Modality: B-mode breast ultrasound. Scanner: GE Logiq 5 @10-12MHz.
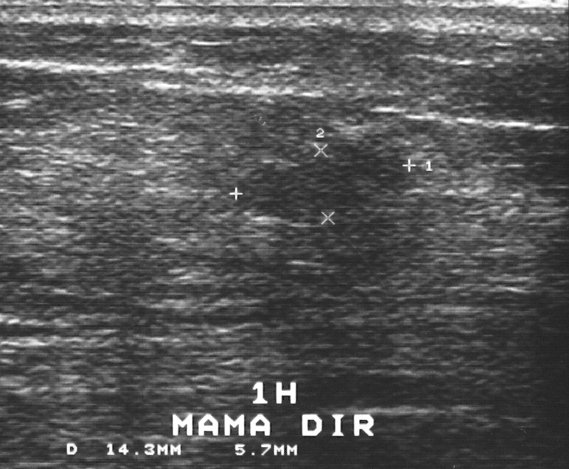
Histopathology: fibroadenoma. Outcome on biopsy or follow-up: benign. The lesion is assessed as BI-RADS 3.